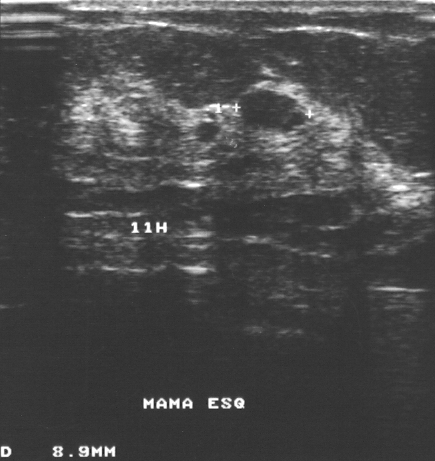
Imaging: breast US.
The finding is benign on biopsy or follow-up. (BI-RADS category 3.)